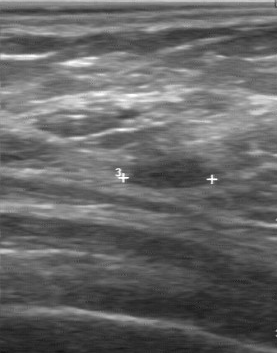
Modality: breast ultrasound scan.
A breast lesion is seen with regular margin, hypoechoic internal echoes, calcifications: absent, confirmed outcome (biopsy or follow-up): benign, clear boundary.